Scanner: GE Logiq 7 @10-14MHz. Breast sonogram.
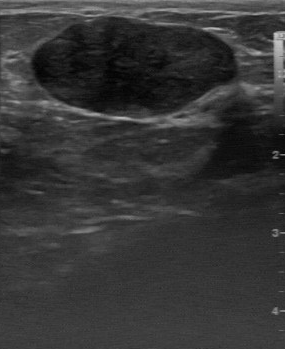
BI-RADS: 2. Biopsy or follow-up result: benign. Histopathology: fibroadenoma.
OUTCOME ON BIOPSY OR FOLLOW-UP: benign.